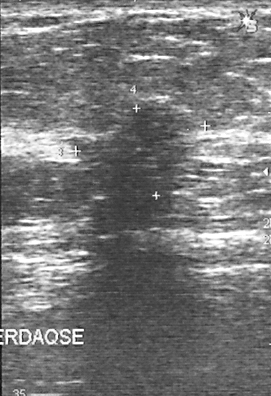
Modality: breast ultrasound image.
FINDINGS: Breast ultrasound image. BI-RADS category: 4. Confirmed outcome (biopsy or follow-up): malignant.
OUTCOME ON BIOPSY OR FOLLOW-UP: malignant.